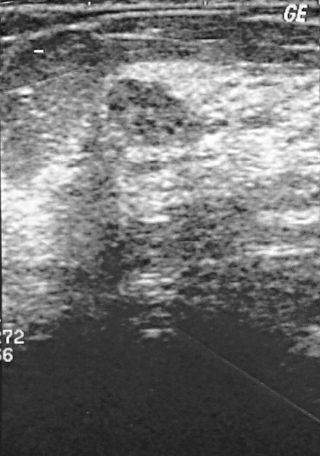
Imaging: breast ultrasound scan.
This breast ultrasound scan shows a lesion, benign on biopsy or follow-up. BI-RADS 3.